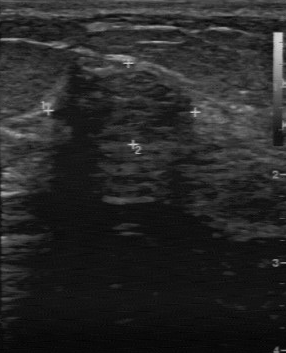
Imaging: B-mode breast ultrasound.
This B-mode breast ultrasound shows a breast lesion, benign on biopsy or follow-up. BI-RADS 3.